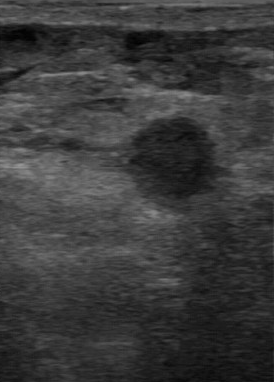
Modality: breast sonogram.
Biopsy or follow-up result: malignant. BI-RADS 4.